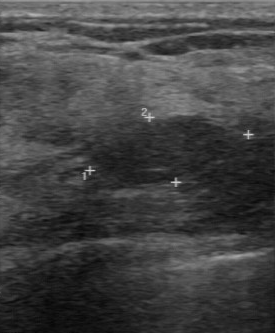
Imaging: breast ultrasound scan.
The breast lesion was assessed as BI-RADS 3 by the original reader. A second, independent read describes the breast lesion as follows. The breast lesion has a regular margin. Boundary: clear. The breast lesion is hypoechoic. Calcifications: none. The biopsy result was fibrocystic changes; the breast lesion is benign.